Modality: breast sonogram.
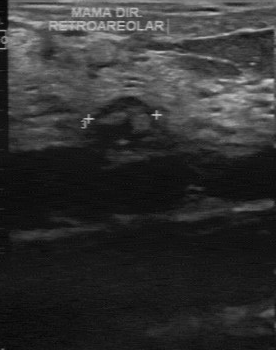
Original-read BI-RADS category: 4. Findings on the second read (an independent reader): a heterogeneous finding, margin regular, boundary clear. No calcifications are seen. Biopsy showed fibroadenoma, a benign finding.